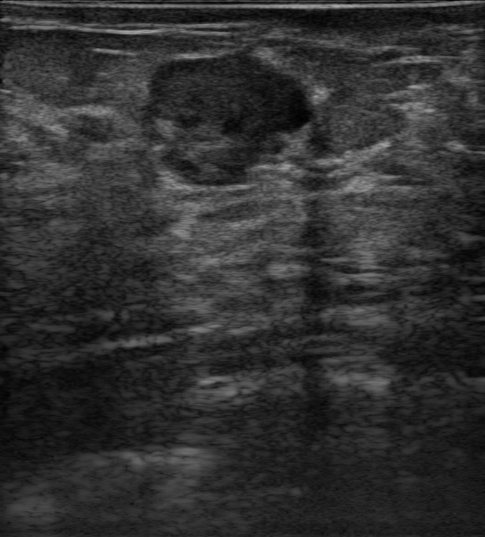
Modality: breast US. Age 41.
Biopsy or follow-up result is benign. The histopathology is Benign mammary dysplasia; Usual ductal hyperplasia (UDH). Skin thickening: none. Echotexture: hypoechoic. Calcifications: none. BI-RADS is 4B. Radiologist impression is Suspicion of malignancy; Dysplasia; Fibroadenoma; Intraductal papilloma; Phyllodes tumor. There are no posterior acoustic features. Verification: confirmed by biopsy. The echogenic halo is absent. Shape: round.